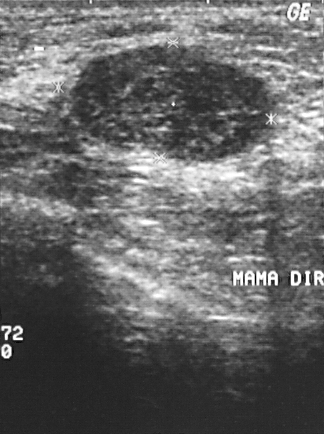
Imaging: breast ultrasound scan.
A mass is present on this breast ultrasound scan. It was assessed as BI-RADS 2. Histopathology: fibroadenoma (benign).